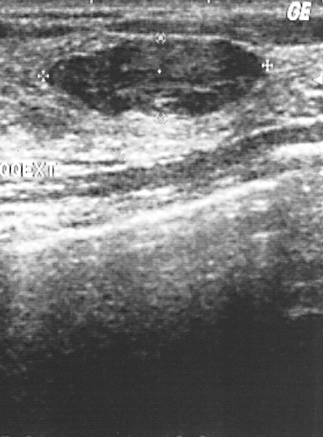
Acquired on GE Logiq 5 @10-12MHz. Modality: breast ultrasound.
This breast ultrasound shows a finding. Assessment: BI-RADS 2. Biopsy showed fibroadenoma, a benign finding.